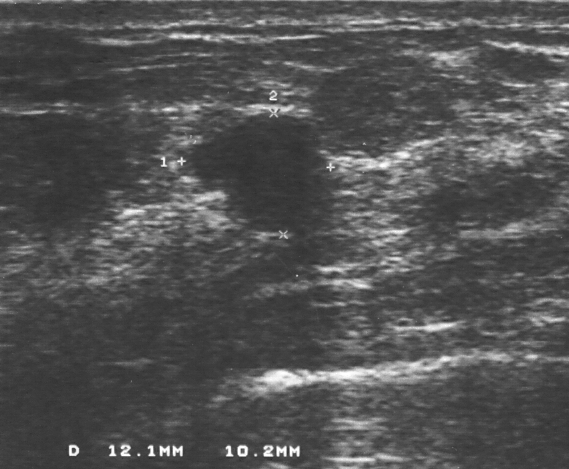
Breast sonogram.
(coordinates in a 569x469 pixel frame) Finding bounding box: x1=189, y1=113, x2=337, y2=237. BI-RADS 4.